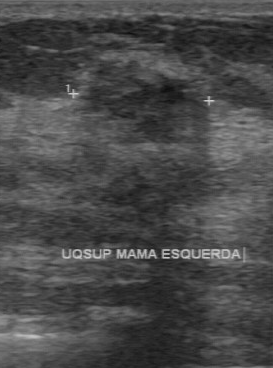
Acquired on GE Logiq 7 @10-14MHz. Breast sonogram.
A mass is seen with partially regular lesion margin, somewhat unclear lesion boundary, confirmed outcome (biopsy or follow-up): malignant, BI-RADS on independent re-read: 4A.